Acquired on GE Logiq 5 @10-12MHz. Imaging: breast ultrasound image.
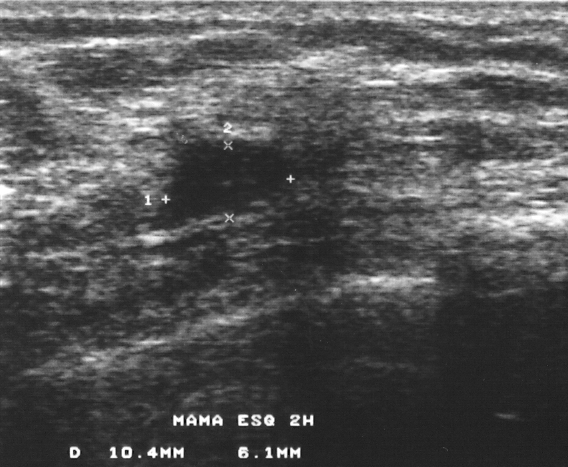
A lesion is seen with BI-RADS category: 3.